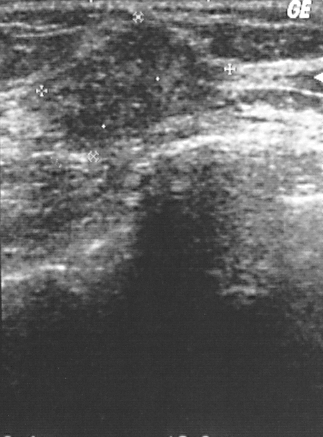
Imaging: breast ultrasound.
This breast ultrasound shows a mass. Assessment: BI-RADS 4. Biopsy showed invasive ductal carcinoma, a malignant finding.